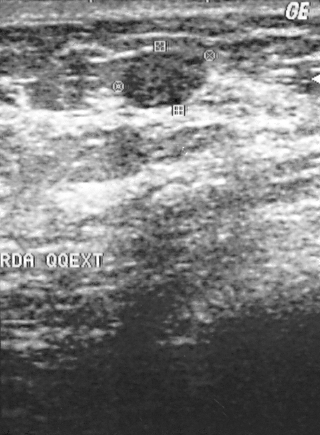
Scanner: GE Logiq 5 @10-12MHz. Breast ultrasound image.
This lesion proved benign on biopsy or follow-up. Pathology confirmed fibroadenoma. The lesion is assessed as BI-RADS 2.